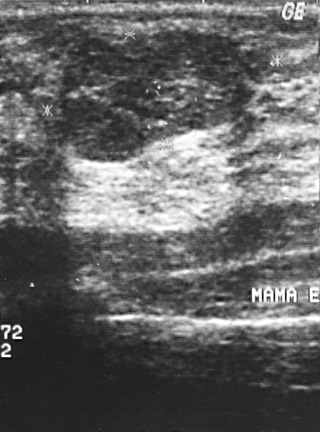
Imaging: B-mode breast ultrasound.
The biopsy result was fibroadenoma; the finding is benign.
BI-RADS assessment: 2.